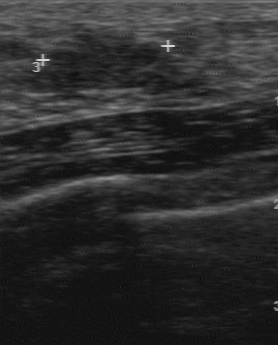
Breast ultrasound. Scanner: GE Logiq 7 @10-14MHz.
FINDINGS: Margin: partially regular. BI-RADS on independent re-read: 3. Outcome on biopsy or follow-up: benign.
OUTCOME ON BIOPSY OR FOLLOW-UP: benign.